Acquired on GE Logiq 7 @10-14MHz. Modality: breast ultrasound image.
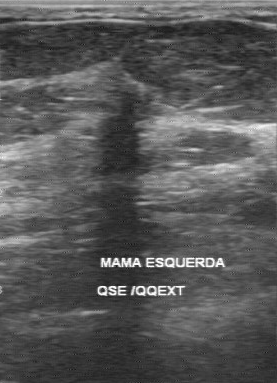
The mass was categorized BI-RADS 5 in the original read. Descriptors from an independent second read (not the reader who assigned the category): The mass has an irregular margin. Echo pattern: hypoechoic. No calcifications are seen. Boundary: unclear. Biopsy showed invasive ductal carcinoma, a malignant finding.